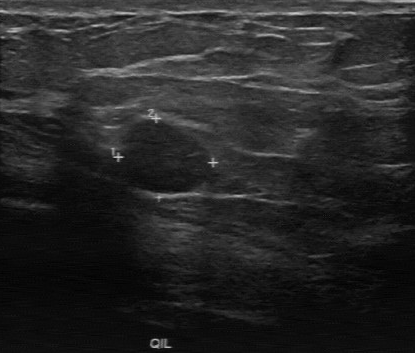
Breast ultrasound scan.
A lesion is seen with biopsy or follow-up result: benign, BI-RADS: 3.